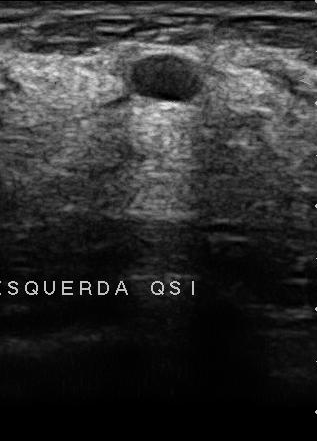
Imaging: breast ultrasound.
The original reader assigned BI-RADS 2. A second reader, independent of the original assessment, describes a hypoechoic lesion with a regular margin; the boundary is clear. There are no calcifications. Biopsy showed fibroadenoma, a benign finding.